Breast US.
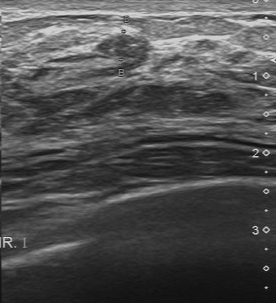
- calcifications: suspected
- histopathology: fibroadenoma
- confirmed outcome (biopsy or follow-up): benign
- lesion margin: regular
- echogenicity: slightly hypoechoic
- lesion boundary: clear